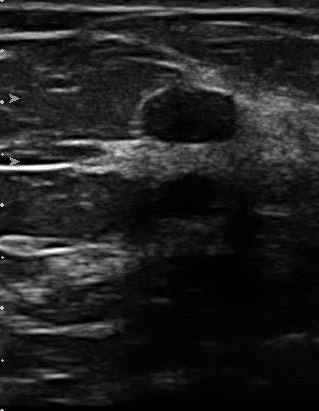
Breast sonogram.
Internal echoes: hypoechoic. BI-RADS (first reader): 2. BI-RADS on independent re-read: 3. Calcifications: absent. Lesion boundary: clear.
OUTCOME ON BIOPSY OR FOLLOW-UP: benign.